Modality: B-mode breast ultrasound. Scanner: GE Logiq 7 @10-14MHz.
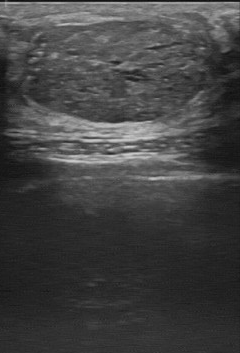
This B-mode breast ultrasound shows a mass with regular margin, biopsy result: phyllodes tumor, BI-RADS on independent re-read: 4A.